Breast ultrasound image.
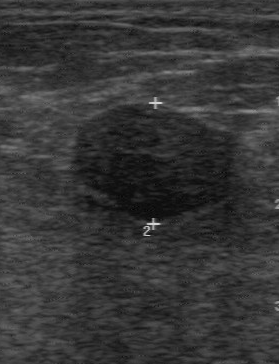
The finding is benign on biopsy or follow-up. (BI-RADS category 2.)